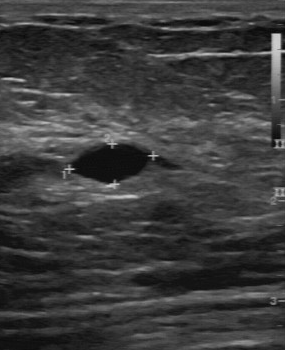
Modality: breast US.
This breast US shows a mass with BI-RADS assessment: 2, outcome on biopsy or follow-up: benign.